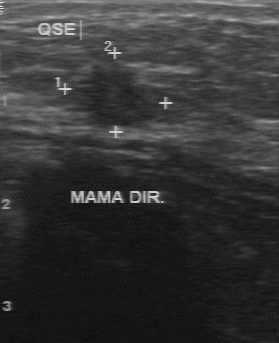
Breast US.
Original-read BI-RADS category: 4. On a second read by an independent reader: The lesion has a partially regular margin. Boundary: somewhat unclear. The lesion is hypoechoic. Calcifications: none. The biopsy result was invasive ductal carcinoma; the lesion is malignant.